Age 51. Modality: breast ultrasound image.
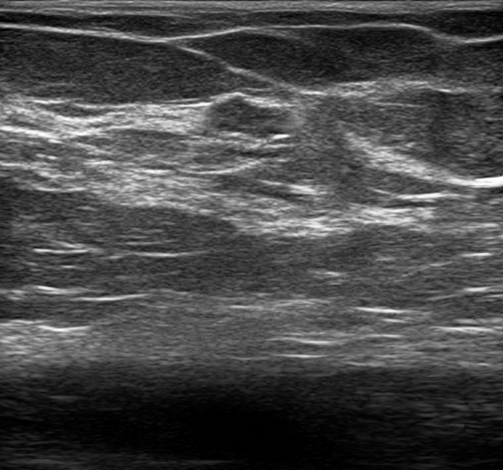
Findings: an oval finding of isoechoic echotexture with a circumscribed margin. There are no posterior acoustic features. BI-RADS 3; outcome on biopsy or follow-up: benign. Radiologic interpretation: Suspicion of malignancy; Dysplasia; Fibroadenoma; Intraductal papilloma. Biopsy result: Fibroadenoma.